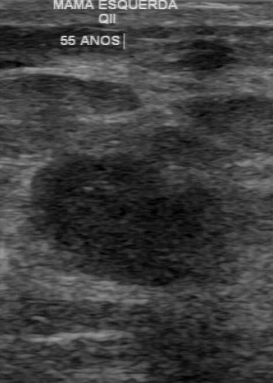
Modality: B-mode breast ultrasound.
BI-RADS 4 in the original read. Findings on the second read (an independent reader): a hypoechoic lesion, margin irregular, boundary unclear. There are no calcifications. Biopsy showed invasive ductal carcinoma, a malignant finding.